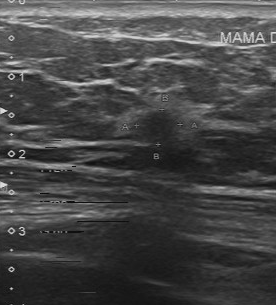
Imaging: breast sonogram.
Coordinates are pixels in the 276x305 image. The mass occupies approximately (130,110)-(179,142).